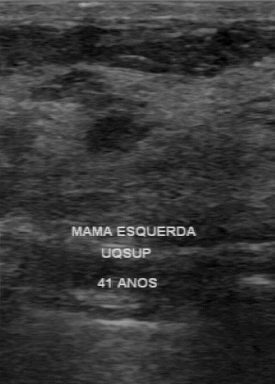
Modality: breast ultrasound scan. Acquired on GE Logiq 7 @10-14MHz.
FINDINGS: Breast ultrasound scan. BI-RADS: 4. Confirmed outcome (biopsy or follow-up): benign.
OUTCOME ON BIOPSY OR FOLLOW-UP: benign.